Acquired on GE Logiq 5 @10-12MHz. Imaging: breast sonogram.
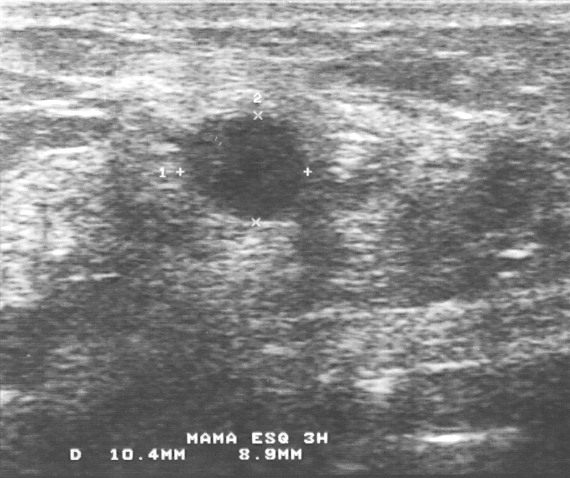
A mass is seen with BI-RADS: 3.